Breast US.
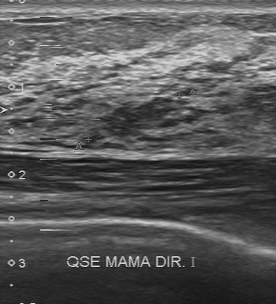
The breast lesion was assessed as BI-RADS 4 by the original reader.
Descriptors from an independent second read (not the reader who assigned the category):
Internally the breast lesion is slightly hypoechoic.
Calcifications: suspected.
Margin: partially regular.
The lesion boundary is somewhat unclear.
Histopathology: fibrocystic changes (benign).